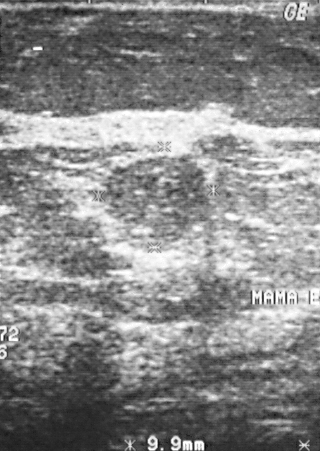
B-mode breast ultrasound.
BI-RADS assessment: 2.
Histopathology: fibroadenoma.
This lesion proved benign on biopsy or follow-up.